Breast sonogram. Scanner: GE Logiq 7 @10-14MHz.
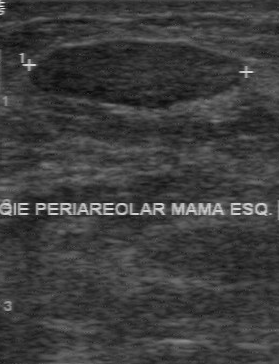
A lesion is seen with hypoechoic internal echoes, biopsy or follow-up result: benign, regular contour, clear boundary, pathology: fibroadenoma, calcifications: absent.